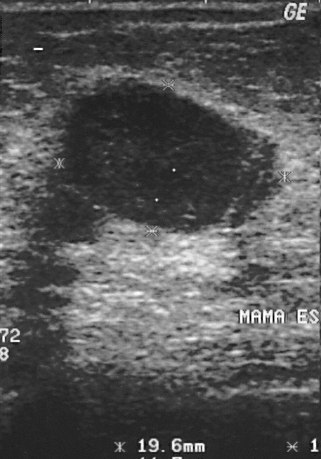
Breast sonogram.
Histopathology: cyst.
Assigned BI-RADS 2.
Biopsy or follow-up result: benign.